Scanner: GE Logiq 7 @10-14MHz. Modality: breast sonogram.
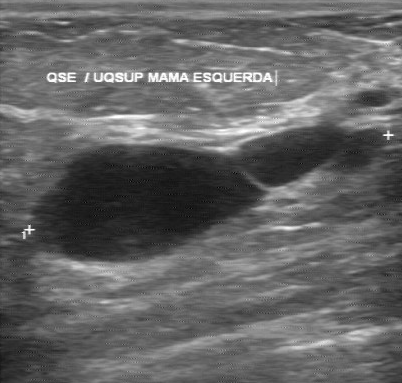
The lesion boundary is clear. BI-RADS (first reader): 2. The independent BI-RADS assessment is 2. The contour is regular. The echo pattern is anechoic. There are no calcifications.